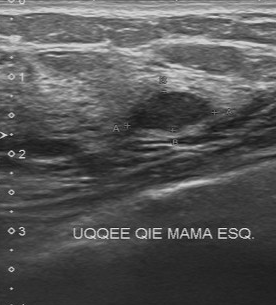
Breast sonogram.
The boundary is clear. Margin is regular. There are no calcifications. Echogenicity: hypoechoic.